Imaging: breast ultrasound scan.
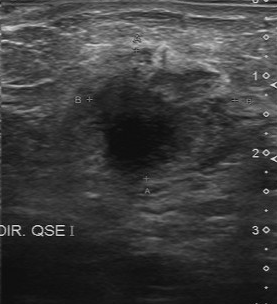
Original-read BI-RADS category: 5. A second reader, independent of the original assessment, describes a hypoechoic lesion with an irregular margin; the boundary is unclear. Pathology confirmed malignant invasive ductal carcinoma.